Scanner: GE Logiq 7 @10-14MHz. Breast ultrasound.
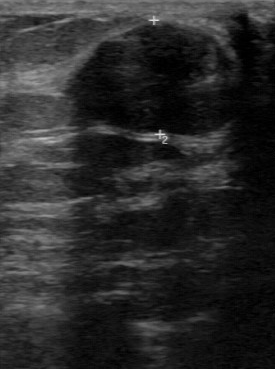
Coordinates are pixels in the 275x369 image. Lesion region of interest: (71, 22) to (242, 135).